Imaging: breast US.
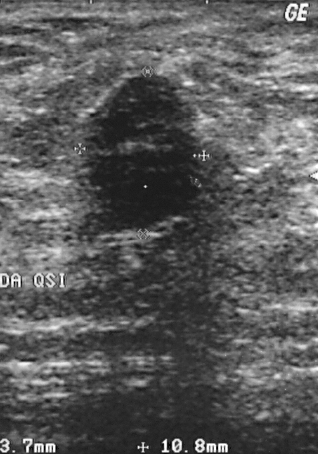
(coordinates in a 318x454 pixel frame) Finding bounding box: (81, 70) to (206, 232). BI-RADS 4.